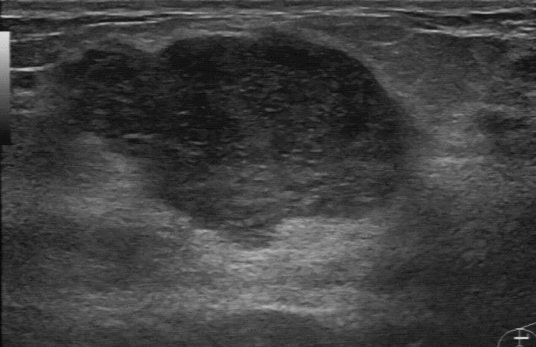
Breast sonogram.
- confirmed outcome (biopsy or follow-up): benign
- lesion margin: partially regular
- internal echoes: slightly hypoechoic
- second-reader BI-RADS: 4A